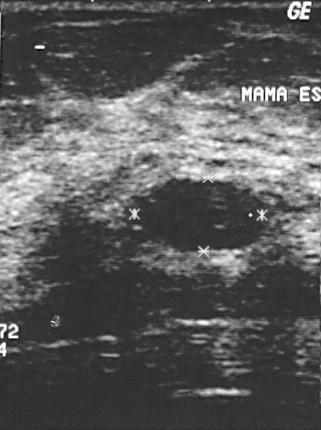
Modality: breast sonogram. Scanner: GE Logiq 5 @10-12MHz.
The biopsy result was fibrocystic changes; the mass is benign.
This mass proved benign on biopsy or follow-up.
BI-RADS assessment: 2.